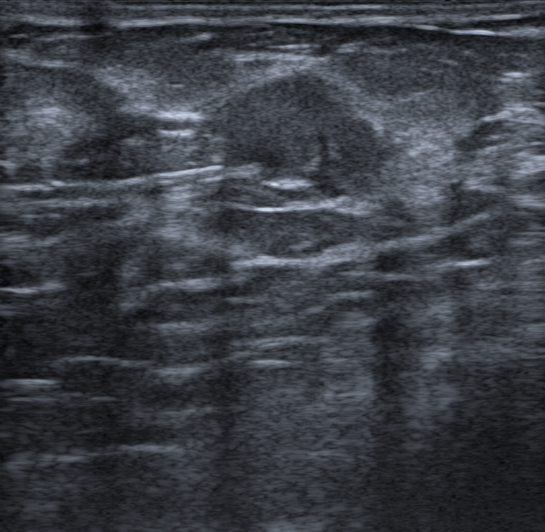
Age 72. Modality: B-mode breast ultrasound.
The breast lesion is irregular and hypoechoic; its margin is not circumscribed (microlobulated and indistinct). No posterior acoustic features are seen. BI-RADS 4C; outcome on biopsy or follow-up: malignant. Radiologic interpretation: Suspicion of malignancy. Biopsy result: Cribriform carcinoma.